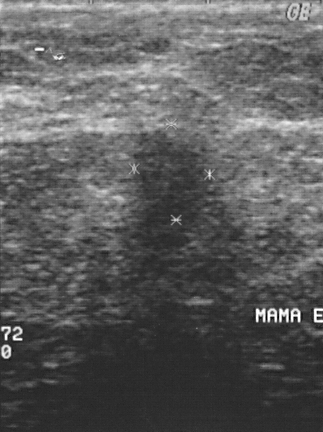
Acquired on GE Logiq 5 @10-12MHz. Breast ultrasound image.
This breast ultrasound image shows a breast lesion, malignant on biopsy or follow-up. BI-RADS 4.